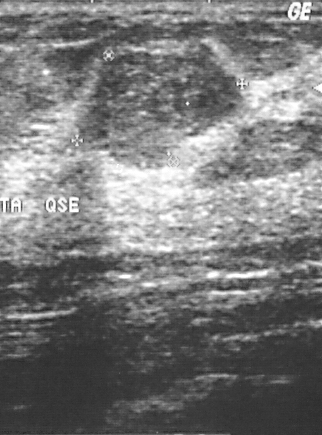
Acquired on GE Logiq 5 @10-12MHz. Imaging: breast sonogram.
Finding: mass, benign on biopsy or follow-up. (BI-RADS category 3.)